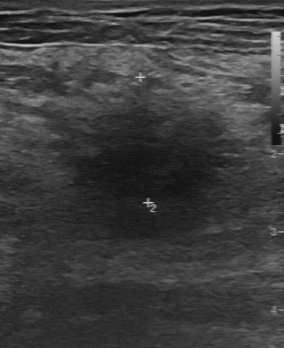
Imaging: breast ultrasound.
This breast ultrasound shows a mass with BI-RADS assessment: 4, confirmed outcome (biopsy or follow-up): benign, histopathology: fibrocystic changes.